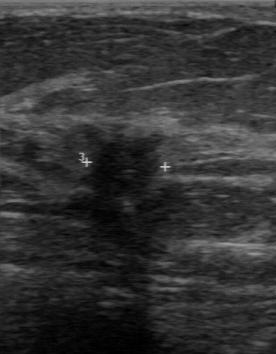
Breast ultrasound image.
Outcome on biopsy or follow-up: malignant.